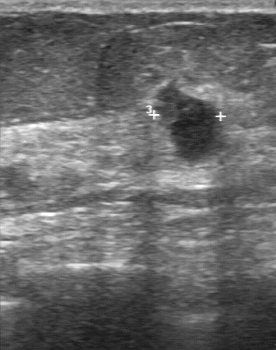
Imaging: breast US.
Original-read BI-RADS category: 4. A second, independent read describes the mass as follows. No calcifications are seen. Its boundary is fairly clear. Echo pattern: hypoechoic. Margin: partially regular. The biopsy result was invasive ductal carcinoma; the mass is malignant.